Modality: breast ultrasound.
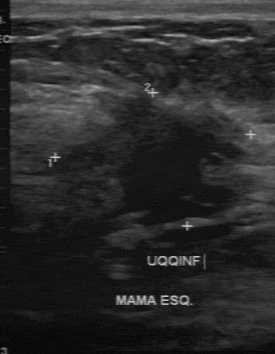
This breast ultrasound shows a mass with BI-RADS assessment: 4, biopsy or follow-up result: malignant.